Imaging: B-mode breast ultrasound. Age 57.
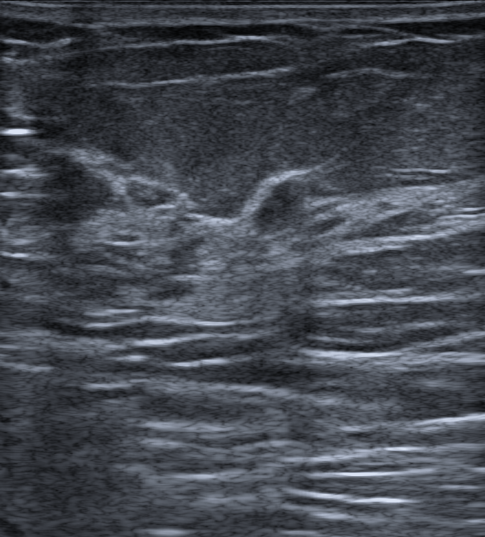
Lesion: benign on biopsy or follow-up.